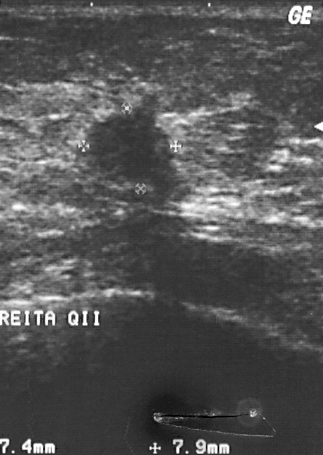
Imaging: breast sonogram. Scanner: GE Logiq 5 @10-12MHz.
Outcome on biopsy or follow-up: malignant.